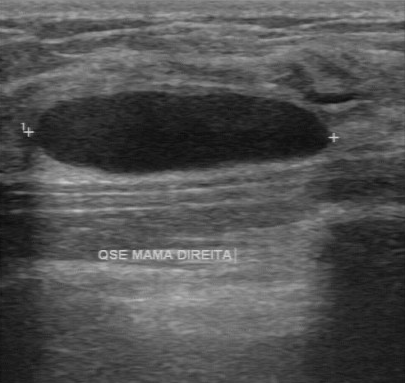
Acquired on GE Logiq 7 @10-14MHz. Modality: breast sonogram.
Outcome on biopsy or follow-up: benign. BI-RADS 2.